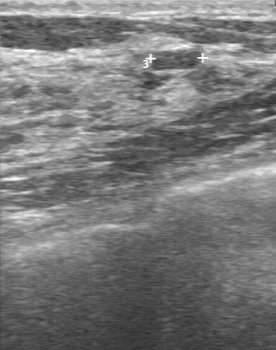
Scanner: GE Logiq 7 @10-14MHz. Modality: breast sonogram.
Breast sonogram findings:
- lesion margin: regular
- second-reader BI-RADS: 2
- internal echoes: slightly hypoechoic
- boundary: clear
- calcifications: absent
- BI-RADS (first reader): 2